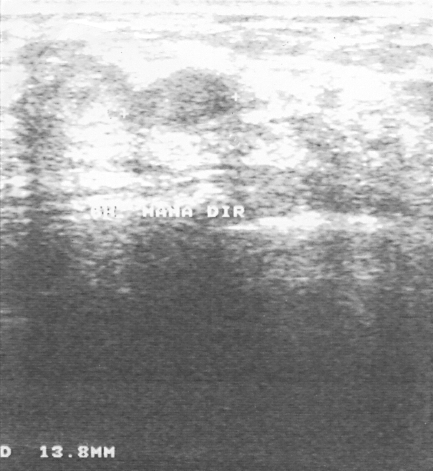
Imaging: breast sonogram.
Coordinates are pixels in the 433x471 image. Lesion region of interest: [129, 69, 232, 126].